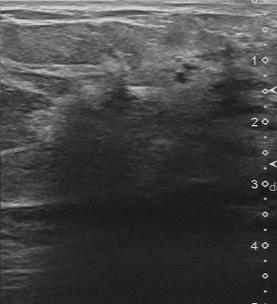
Breast US.
Pixel coordinates (x1, y1, x2, y2): The mass is located within the bounding box (25,16)-(269,203).